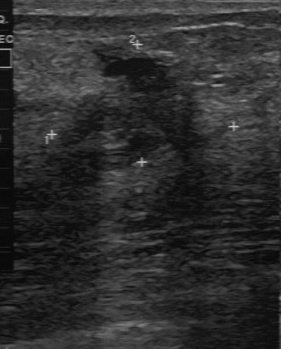
Imaging: breast sonogram.
Breast sonogram findings:
- calcifications: none
- confirmed outcome (biopsy or follow-up): benign
- BI-RADS on independent re-read: 4B